Imaging: breast ultrasound scan.
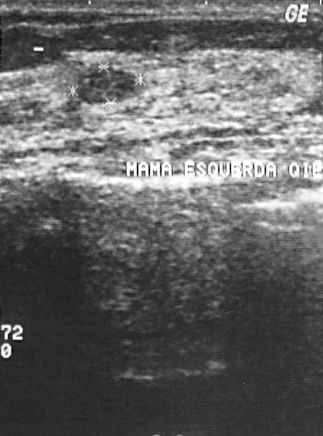
This mass proved benign on biopsy or follow-up.
Pathology confirmed fibroadenoma.
BI-RADS assessment: 2.